Imaging: breast ultrasound image. Scanner: GE Logiq 7 @10-14MHz.
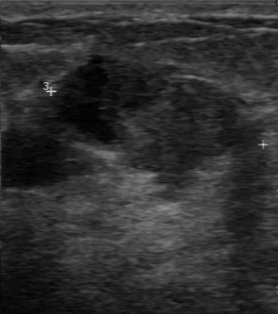
Original-read BI-RADS category: 4. A second reader, independent of the original assessment, describes a hypoechoic finding with a partially regular margin; the boundary is somewhat unclear. There are no calcifications. The biopsy result was fibroadenoma; the finding is benign.